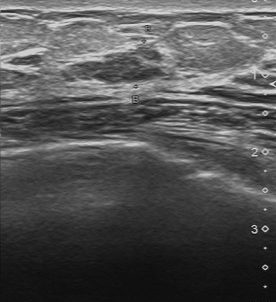
Breast US.
The finding was assessed as BI-RADS 3 by the original reader. On a second read by an independent reader: The finding has a partially regular margin. The lesion boundary is fairly clear. The finding is slightly hypoechoic. There are no calcifications. The biopsy result was fibroadenoma; the finding is benign.